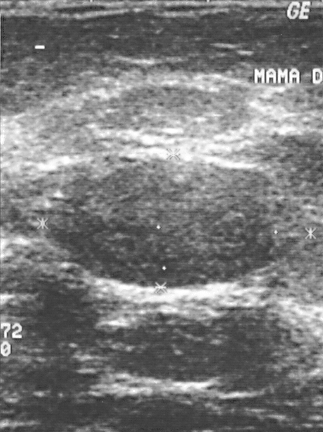
Breast ultrasound image.
FINDINGS: Breast ultrasound image. BI-RADS: 2. Outcome on biopsy or follow-up: benign.
OUTCOME ON BIOPSY OR FOLLOW-UP: benign.